B-mode breast ultrasound.
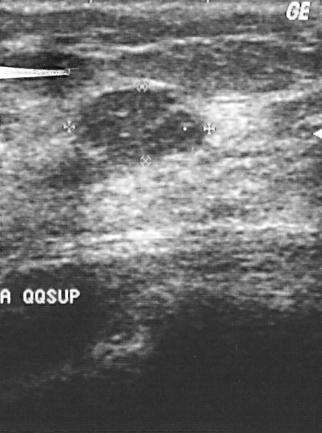
The lesion is benign on biopsy or follow-up. BI-RADS 2.